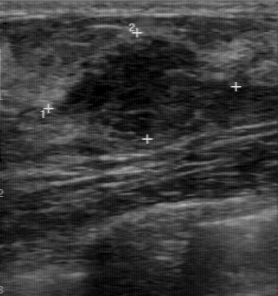
Breast US.
Coordinates are pixels in the 278x296 image. The lesion is located within the bounding box x1=56, y1=38, x2=233, y2=141.